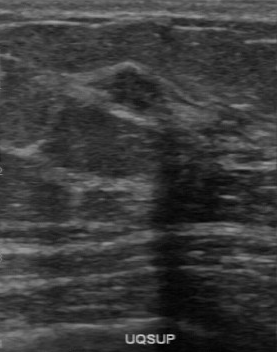
Modality: breast ultrasound scan.
The breast lesion demonstrates confirmed outcome (biopsy or follow-up): benign, BI-RADS assessment: 4, pathology: sclerosing adenosis.